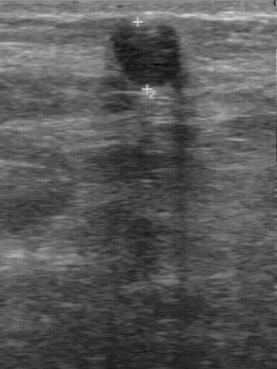
Scanner: GE Logiq 7 @10-14MHz. Modality: breast sonogram.
The finding is located within the bounding box [111, 25, 183, 85]. The finding is benign on biopsy or follow-up.